Imaging: B-mode breast ultrasound. Acquired on GE Logiq 7 @10-14MHz.
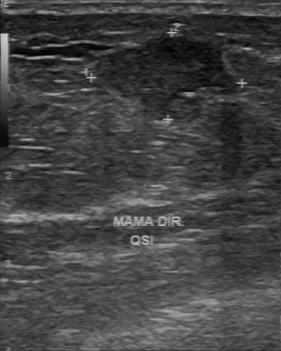
Pixel coordinates (x1, y1, x2, y2): The breast lesion occupies approximately top-left (87, 36), bottom-right (242, 120).